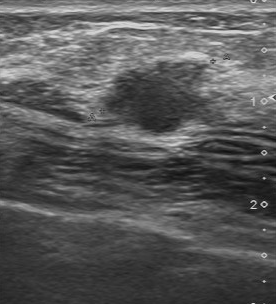
Breast ultrasound image.
Lesion characteristics:
- boundary: somewhat unclear
- lesion margin: partially regular
- calcifications: none
- echogenicity: slightly hypoechoic